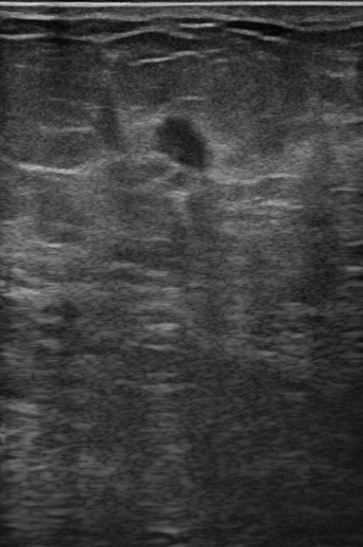
Modality: breast ultrasound. Age 67. Background echotexture is homogeneous: fat.
The mass is assessed as BI-RADS 4C. It has an irregular shape. Margins are not circumscribed, with indistinct features. Echogenicity: hypoechoic. There are no posterior acoustic features. Echogenic halo: absent. Calcifications: none. Skin thickening: none.